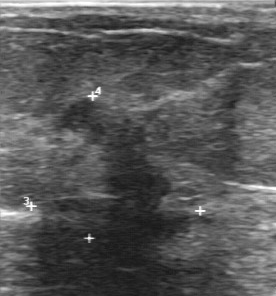
Imaging: breast ultrasound image.
Independent BI-RADS assessment: 4B.
OUTCOME ON BIOPSY OR FOLLOW-UP: malignant.